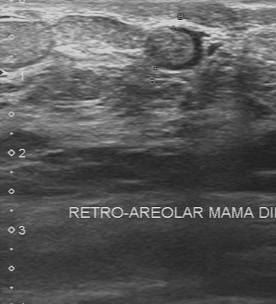
Acquired on Toshiba Aplio 300 @12-14 MHz. Breast sonogram.
The lesion was categorized BI-RADS 3 in the original read. The following findings are from a second reader, independent of the original assessment. No calcifications are seen. Margin: regular. The lesion is isoechoic. The lesion boundary is clear. The biopsy result was hyperplasia; the lesion is benign.